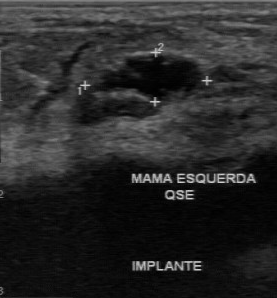
Breast US.
Biopsy or follow-up result: benign. (BI-RADS category 2.)